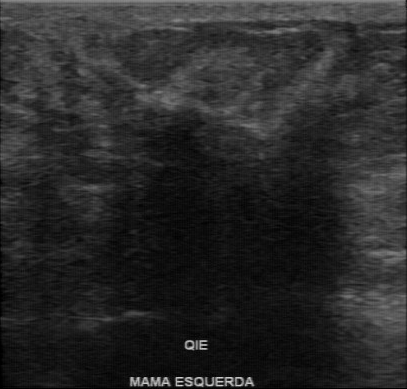
Acquired on GE Logiq 7 @10-14MHz. Imaging: breast ultrasound image.
Pixel coordinates (x1, y1, x2, y2): Lesion bounding box: (134, 107) to (345, 311). BI-RADS 4.